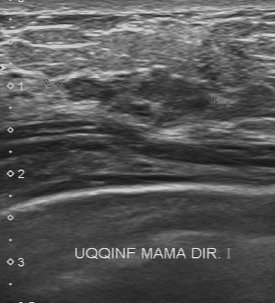
Scanner: Toshiba Aplio 300 @12-14 MHz. B-mode breast ultrasound.
FINDINGS: B-mode breast ultrasound. Confirmed outcome (biopsy or follow-up): malignant. BI-RADS (second read): 3. Biopsy result: lobular carcinoma in situ.